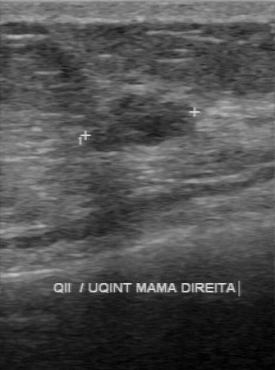
Breast ultrasound scan.
Margin: regular. Lesion boundary: clear. Calcifications: absent. Internal echoes: hypoechoic.
OUTCOME ON BIOPSY OR FOLLOW-UP: benign.